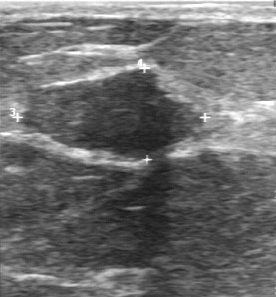
Imaging: breast ultrasound image.
(coordinates in a 276x297 pixel frame) Segment the finding: bounding box top-left (20, 68), bottom-right (203, 157). The finding is benign on biopsy or follow-up. BI-RADS 2.